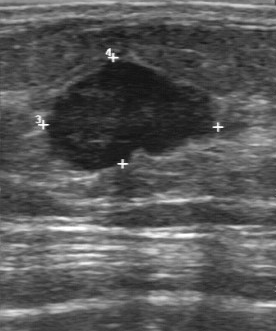
Imaging: B-mode breast ultrasound.
Original-read BI-RADS category: 4. On a second, independent read, a finding with a partially regular margin and a fairly clear boundary is seen; it is hypoechoic. Biopsy showed invasive ductal carcinoma, a malignant finding.